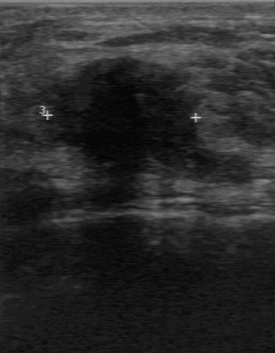
Modality: breast ultrasound.
Lesion characteristics:
- histopathology: invasive lobular carcinoma
- BI-RADS category: 4